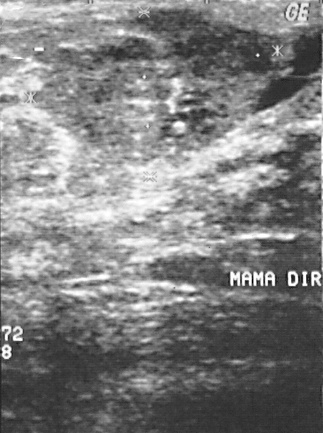
Imaging: breast ultrasound image.
BI-RADS: 4. The biopsy or follow-up result is malignant.